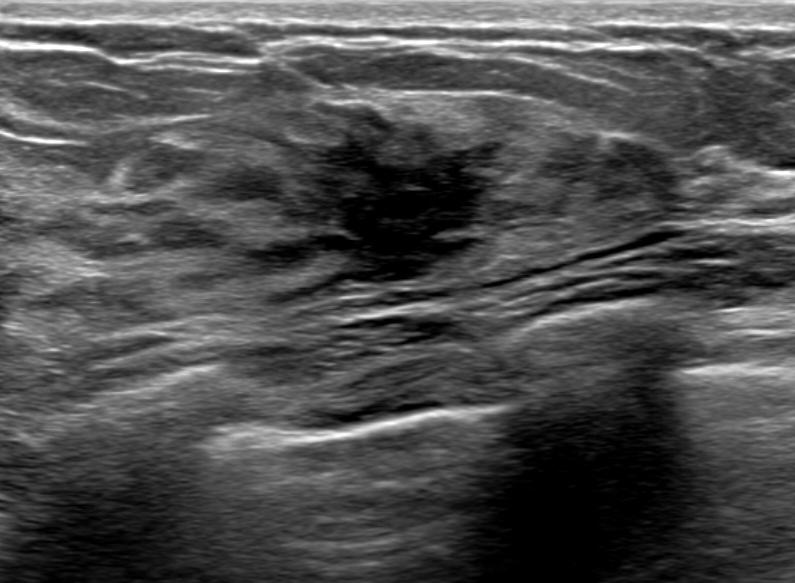
B-mode breast ultrasound. Background echotexture is heterogeneous: predominantly fibroglandular.
BI-RADS category 4C.
Histopathology: Invasive carcinoma of no special type (NST).
Radiologist's impression: Suspicion of malignancy; Dysplasia; Mammary duct ectasia.
The mass is malignant on biopsy or follow-up.
There are no calcifications.
The margin is not circumscribed (angular and indistinct).
Echogenic halo: absent.
No posterior acoustic features are seen.
There is no skin thickening.
Internally the mass is hypoechoic.
It has an irregular shape.